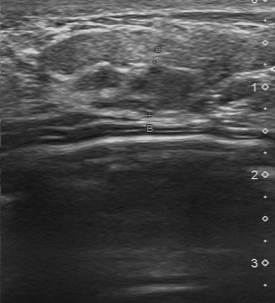
B-mode breast ultrasound.
The lesion demonstrates BI-RADS category: 4.